Background echotexture is heterogeneous: predominantly fibroglandular. 51-year-old patient. Breast ultrasound.
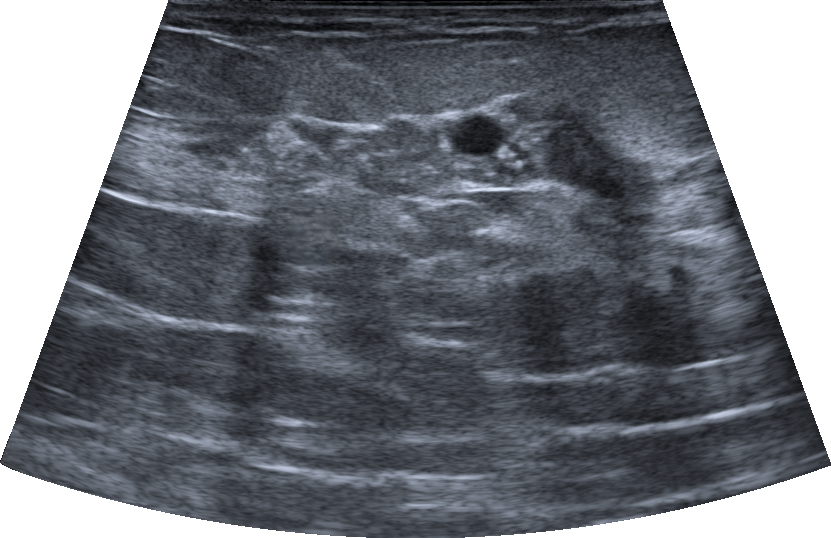
This breast ultrasound shows a breast lesion, malignant on biopsy or follow-up. (BI-RADS category 4C.)